Imaging: breast US.
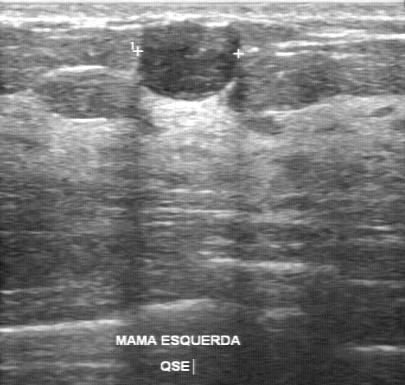
Echogenicity: hypoechoic. Calcifications: none. Outcome on biopsy or follow-up: benign. Original BI-RADS: 4. Independent BI-RADS assessment: 3.
OUTCOME ON BIOPSY OR FOLLOW-UP: benign.